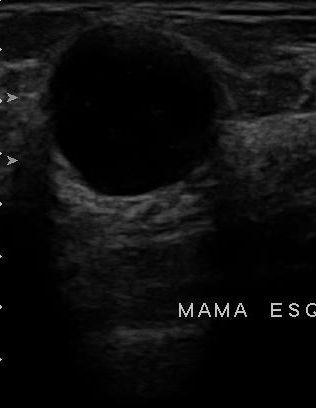
Breast sonogram.
This breast sonogram shows a lesion, benign on biopsy or follow-up. (BI-RADS category 2.)